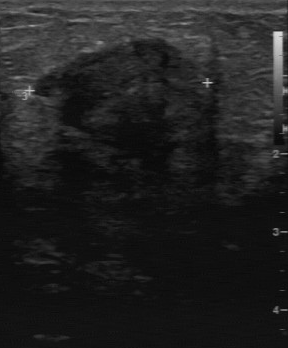
Modality: breast US.
Outcome on biopsy or follow-up: malignant.